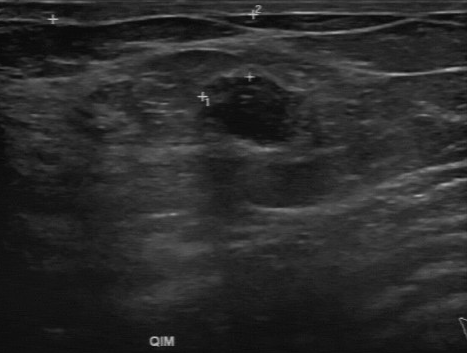
Breast sonogram.
This breast sonogram shows a mass with calcifications: absent, slightly hypoechoic echo pattern, confirmed outcome (biopsy or follow-up): benign, fairly clear boundary, regular contour.